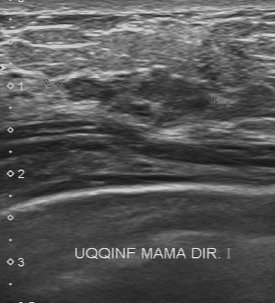
Imaging: breast ultrasound.
Biopsy or follow-up result: malignant.